Scanner: GE Logiq 5 @10-12MHz. Breast ultrasound image.
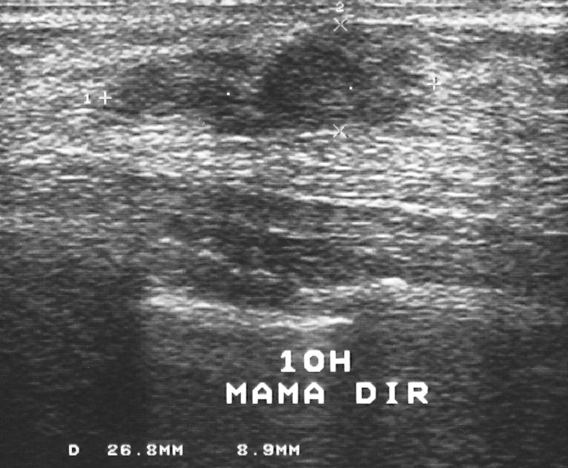
This breast ultrasound image shows a lesion. It was assessed as BI-RADS 4. Biopsy showed fibrocystic changes, a benign finding.